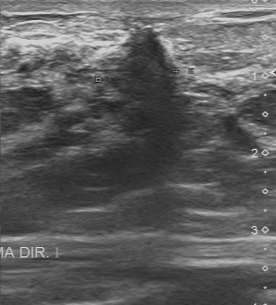
Imaging: breast ultrasound scan.
The finding was categorized BI-RADS 4 in the original read.
On a second read by an independent reader:
Boundary: unclear.
Echo pattern: hypoechoic.
No calcifications are seen.
The margin is irregular.
Biopsy showed invasive lobular carcinoma, a malignant finding.